Imaging: breast sonogram.
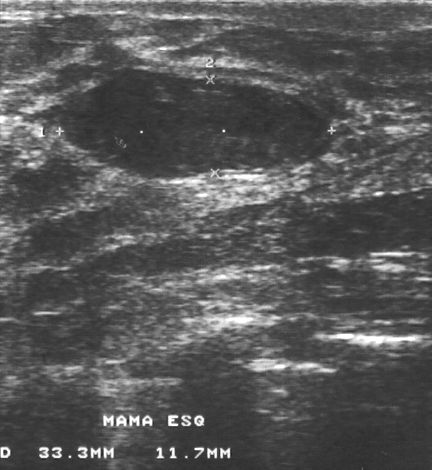
BI-RADS category: 2.
OUTCOME ON BIOPSY OR FOLLOW-UP: benign.